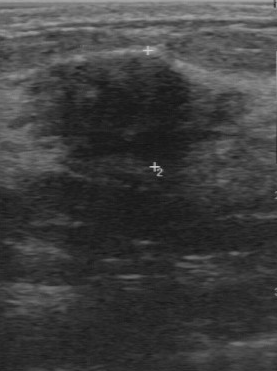
Modality: breast ultrasound scan.
Biopsy or follow-up result: benign. (BI-RADS category 4.)